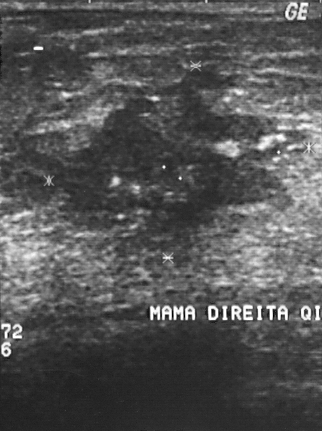
B-mode breast ultrasound.
Outcome on biopsy or follow-up: malignant.